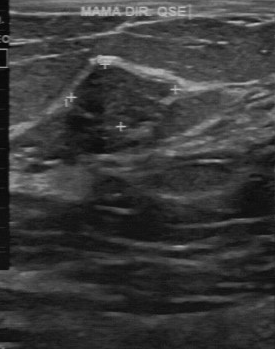
Modality: B-mode breast ultrasound.
The original reader assigned BI-RADS 3. Descriptors from an independent second read (not the reader who assigned the category): No calcifications are seen. Echo pattern: slightly hypoechoic. The margin is partially regular. Boundary: fairly clear. The biopsy result was fibroadenoma; the lesion is benign.